Acquired on GE Logiq 7 @10-14MHz. Modality: breast sonogram.
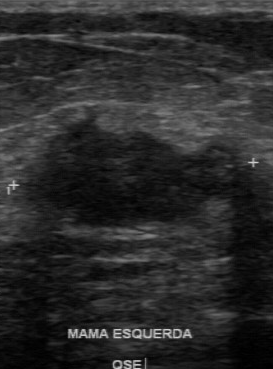
FINDINGS: Confirmed outcome (biopsy or follow-up): malignant. BI-RADS assessment: 4. Pathology: invasive ductal carcinoma.
OUTCOME ON BIOPSY OR FOLLOW-UP: malignant.